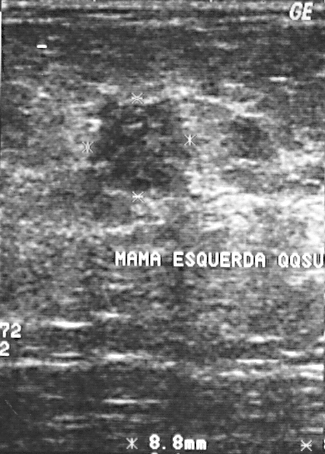
Breast ultrasound.
(coordinates in a 325x454 pixel frame) Finding bounding box: 91 103 187 189.